Imaging: breast ultrasound image.
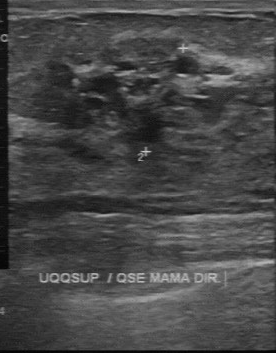
A breast lesion is seen with confirmed outcome (biopsy or follow-up): benign, heterogeneous internal echoes, second-reader BI-RADS: 4A, BI-RADS (first reader): 3.